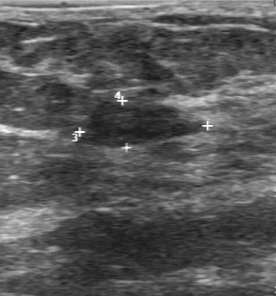
Acquired on GE Logiq 7 @10-14MHz. Modality: breast sonogram.
Breast sonogram findings:
- original BI-RADS: 2
- biopsy result: fibroadenoma
- second-reader BI-RADS: 3
- confirmed outcome (biopsy or follow-up): benign
- calcifications: none
- contour: regular
- echogenicity: slightly hypoechoic